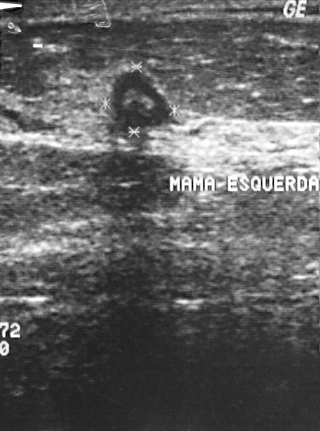
Breast ultrasound image.
FINDINGS: Biopsy result: cyst. BI-RADS category: 2.
OUTCOME ON BIOPSY OR FOLLOW-UP: benign.